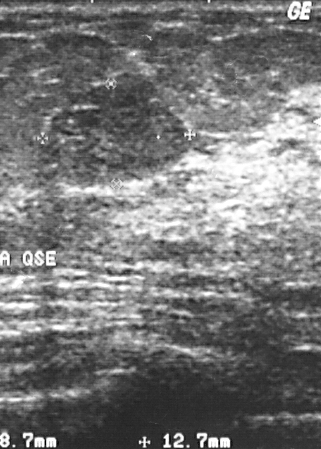
B-mode breast ultrasound.
This B-mode breast ultrasound shows a finding, benign on biopsy or follow-up. (BI-RADS category 2.)